Breast ultrasound image.
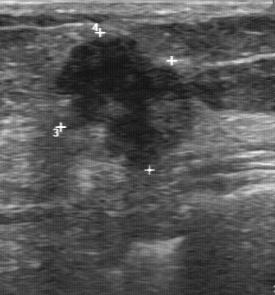
Original-read BI-RADS category: 5. On a second, independent read, a finding with an irregular margin and an unclear boundary is seen; it is hypoechoic. Histopathology: invasive ductal carcinoma (malignant).